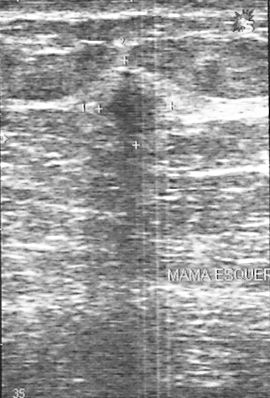
Breast ultrasound scan.
Lesion: malignant on biopsy or follow-up. BI-RADS 4.